Modality: breast US.
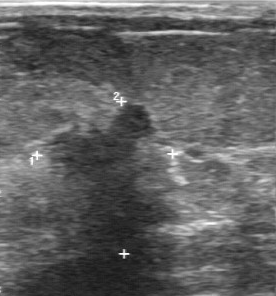
A breast lesion is seen with BI-RADS: 5, biopsy or follow-up result: malignant, biopsy result: invasive ductal carcinoma.